Breast ultrasound.
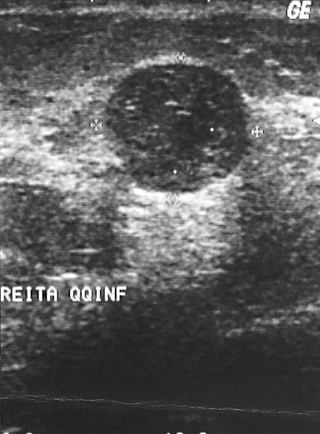
BI-RADS assessment: 2.
The biopsy result was fibroadenoma; the lesion is benign.